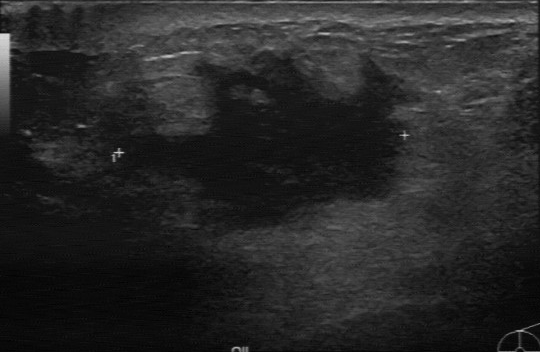
Acquired on GE Logiq 7 @10-14MHz. Imaging: breast ultrasound scan.
This breast ultrasound scan shows a mass, malignant on biopsy or follow-up. BI-RADS 4.